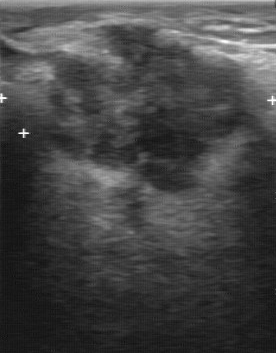
Modality: B-mode breast ultrasound.
FINDINGS: Second-reader BI-RADS: 4C. Calcifications: none. Lesion boundary: unclear. Echogenicity: hypoechoic. Confirmed outcome (biopsy or follow-up): malignant.